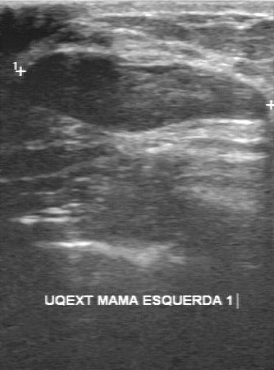
Breast ultrasound scan.
This breast ultrasound scan shows a mass with second-reader BI-RADS: 4A, BI-RADS (first reader): 3.